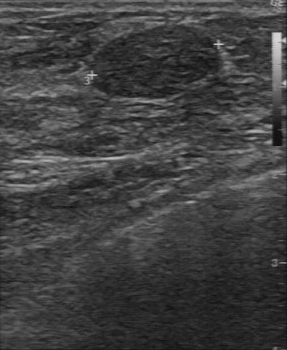
Acquired on GE Logiq 7 @10-14MHz. Imaging: breast ultrasound.
Breast ultrasound findings:
- contour: regular
- calcifications: absent
- boundary: clear
- internal echoes: slightly hypoechoic